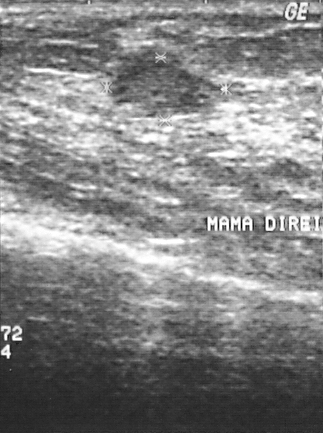
Imaging: breast ultrasound image.
(coordinates in a 323x433 pixel frame) The lesion occupies approximately x1=110, y1=66, x2=199, y2=115.